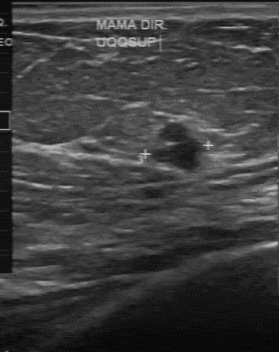
Imaging: breast ultrasound. Acquired on GE Logiq 7 @10-14MHz.
Coordinates are pixels in the 279x352 image. Segment the finding: bounding box x1=153, y1=125, x2=201, y2=171.